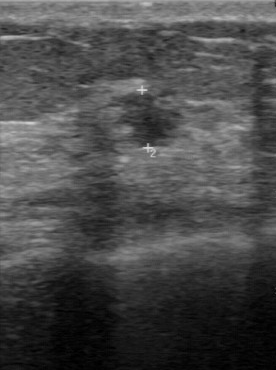
Imaging: breast ultrasound image.
Lesion boundary: clear. Contour: regular. Internal echoes: hypoechoic. Calcifications: absent.
OUTCOME ON BIOPSY OR FOLLOW-UP: benign.